Breast sonogram.
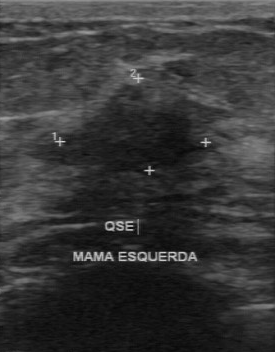
(coordinates in a 275x352 pixel frame) Mass bounding box: (56, 86) to (210, 173).